Scanner: GE Logiq 7 @10-14MHz. Modality: breast sonogram.
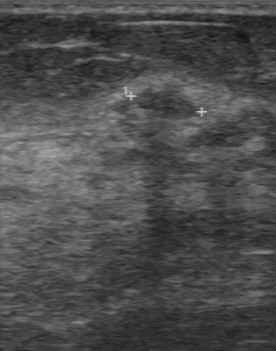
BI-RADS category: 4.